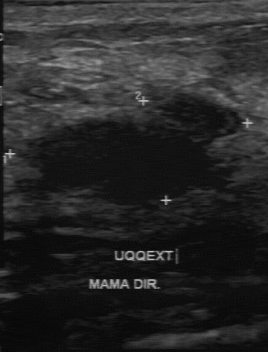
Breast sonogram. Acquired on GE Logiq 7 @10-14MHz.
Echo pattern is hypoechoic. No calcifications are seen. The margin is partially regular. Lesion boundary is somewhat unclear.